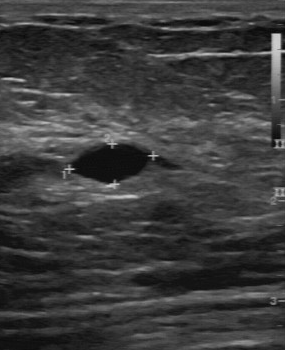
Breast US. Acquired on GE Logiq 7 @10-14MHz.
The echo pattern is anechoic. There are no calcifications. Biopsy or follow-up result is benign. Lesion margin: regular. Lesion boundary is clear.